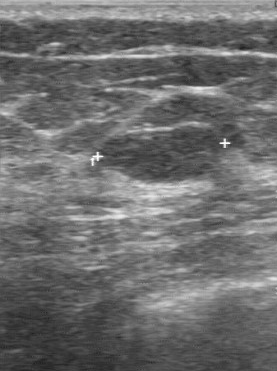
Acquired on GE Logiq 7 @10-14MHz. Breast ultrasound scan.
FINDINGS: BI-RADS: 3.
OUTCOME ON BIOPSY OR FOLLOW-UP: benign.